Breast ultrasound scan.
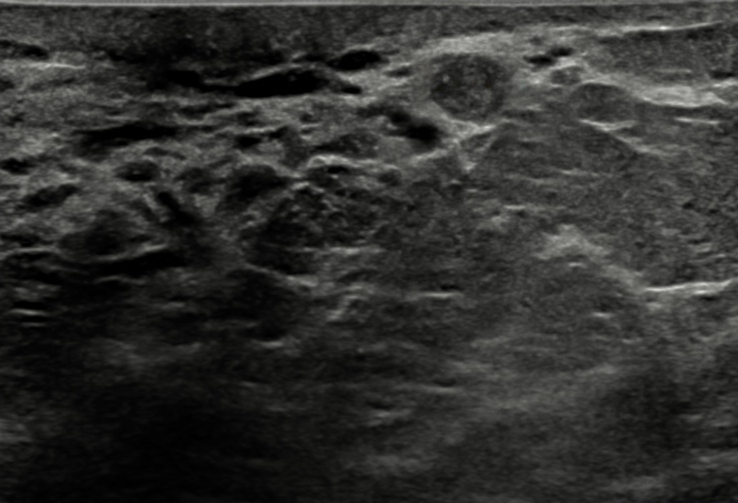
Coordinates are pixels in the 738x503 image. The finding occupies approximately x1=426, y1=38, x2=517, y2=125.